Breast ultrasound.
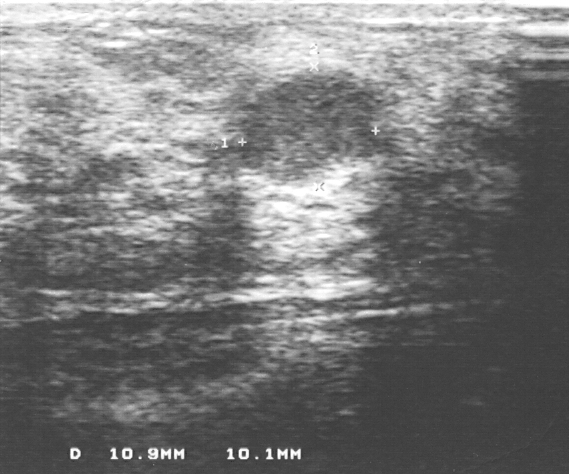
The pathology is fibroadenoma. The BI-RADS assessment is 3.